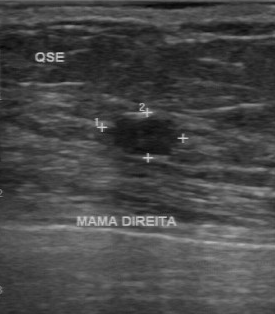
Modality: breast ultrasound image.
FINDINGS: Breast ultrasound image. Confirmed outcome (biopsy or follow-up): benign. Calcifications: absent. Boundary: clear. Margin: regular. Echo pattern: hypoechoic.